Imaging: B-mode breast ultrasound. Scanner: GE Logiq 7 @10-14MHz.
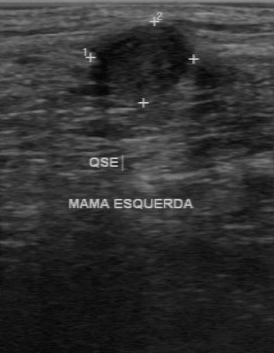
BI-RADS 4 in the original read.
On a second read by an independent reader:
Margin: partially regular.
The lesion boundary is fairly clear.
Echo pattern: slightly hypoechoic.
Calcifications: none.
Biopsy showed invasive ductal carcinoma, a malignant finding.